Modality: breast ultrasound.
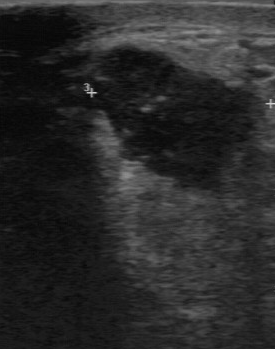
Original-read BI-RADS category: 5. On a second, independent read, a mass with a partially regular margin and a somewhat unclear boundary is seen; it is hypoechoic. Calcifications: suspected. Biopsy showed invasive ductal carcinoma, a malignant finding.